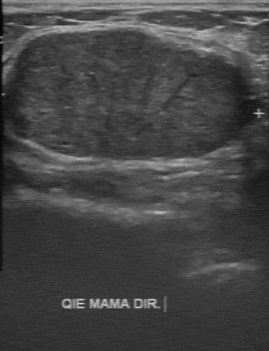
Scanner: GE Logiq 7 @10-14MHz. Modality: B-mode breast ultrasound.
The finding was categorized BI-RADS 2 in the original read. The following findings are from a second reader, independent of the original assessment. Margin: regular. No calcifications are seen. Its boundary is clear. Echo pattern: slightly hypoechoic. The biopsy result was fibroadenoma; the finding is benign.